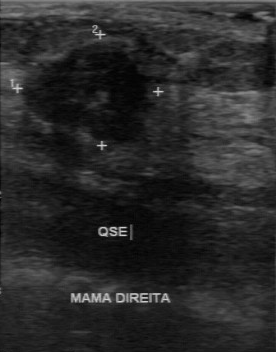
Modality: B-mode breast ultrasound.
Finding: breast lesion, malignant on biopsy or follow-up.